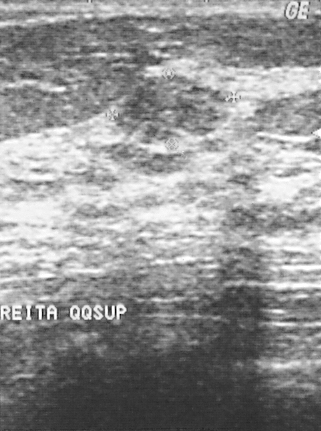
Breast sonogram.
This breast sonogram shows a breast lesion, benign on biopsy or follow-up. (BI-RADS category 2.)